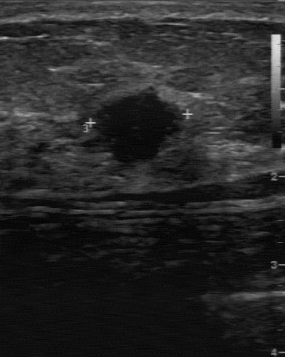
Imaging: breast ultrasound.
The confirmed outcome (biopsy or follow-up) is malignant. The BI-RADS category is 4.